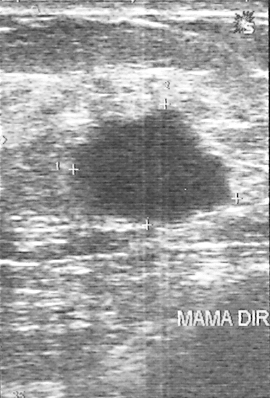
Imaging: breast ultrasound image.
A lesion is seen. It was assessed as BI-RADS 4. Pathology confirmed malignant invasive ductal carcinoma.